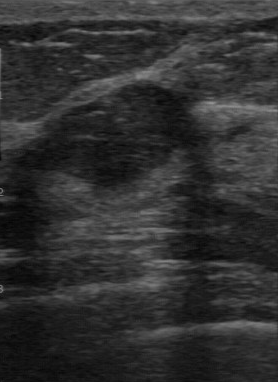
Breast sonogram.
Coordinates are pixels in the 278x382 image. Mass bounding box: top-left (36, 84), bottom-right (189, 187). The mass is benign on biopsy or follow-up.